B-mode breast ultrasound. Acquired on GE Logiq 7 @10-14MHz.
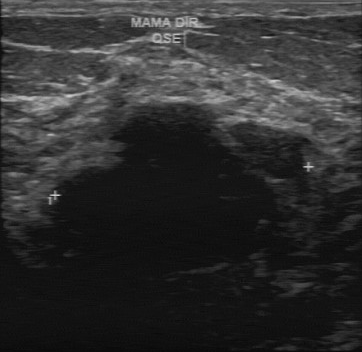
The original reader assigned BI-RADS 3. A second, independent read describes the finding as follows. Echo pattern: hypoechoic. There are no calcifications. The lesion boundary is unclear. The margin is irregular. The biopsy result was fibroadenoma; the finding is benign.